Imaging: breast sonogram.
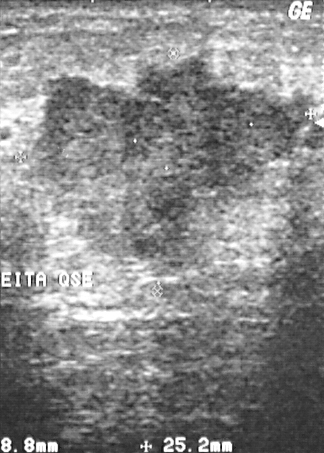
Biopsy showed invasive ductal carcinoma, a malignant finding. The breast lesion is assessed as BI-RADS 5.